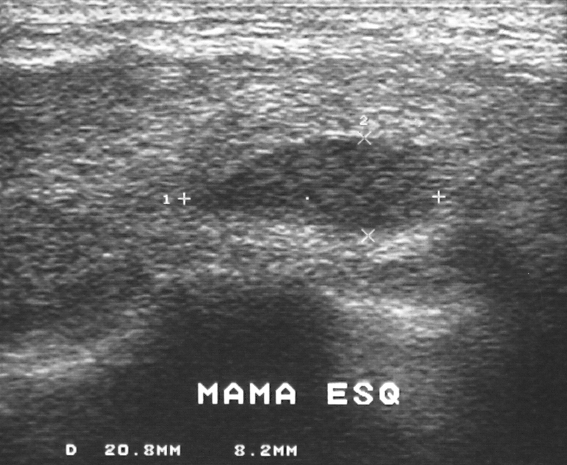
Modality: B-mode breast ultrasound.
(coordinates in a 567x465 pixel frame) Finding bounding box: (191, 137) to (433, 226). The finding is benign on biopsy or follow-up.